Breast ultrasound. Acquired on GE Logiq 7 @10-14MHz.
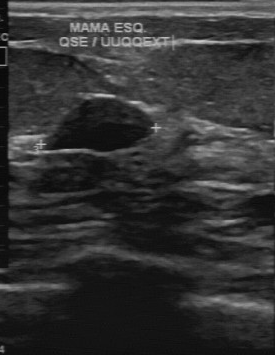
Coordinates are pixels in the 275x355 image. The finding is located within the bounding box [45, 96, 153, 153]. BI-RADS 3.